Imaging: breast ultrasound scan.
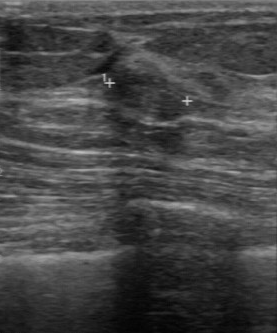
Finding bounding box: top-left (110, 73), bottom-right (187, 120). The finding is benign on biopsy or follow-up.